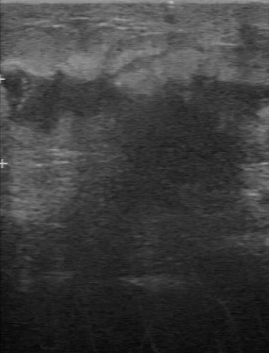
Modality: breast ultrasound image.
FINDINGS: Breast ultrasound image. BI-RADS: 5.
OUTCOME ON BIOPSY OR FOLLOW-UP: malignant.